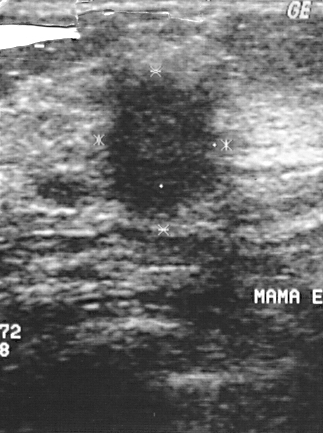
Acquired on GE Logiq 5 @10-12MHz. Modality: breast ultrasound scan.
BI-RADS category: 4. Confirmed outcome (biopsy or follow-up): malignant.
OUTCOME ON BIOPSY OR FOLLOW-UP: malignant.